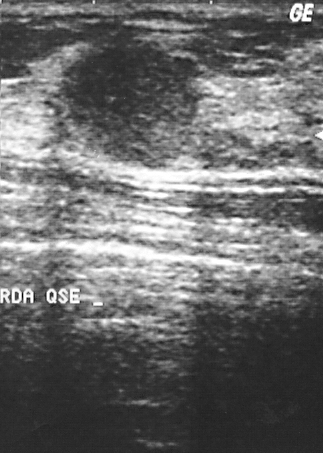
Scanner: GE Logiq 5 @10-12MHz. Imaging: breast ultrasound image.
This breast ultrasound image shows a finding, malignant on biopsy or follow-up. (BI-RADS category 2.)